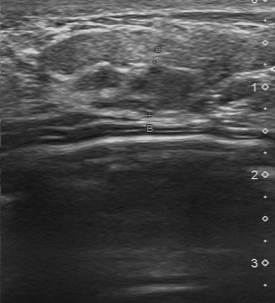
Breast sonogram.
Biopsy or follow-up result: malignant.